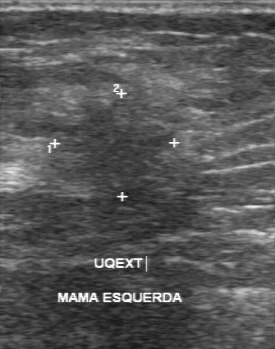
Modality: breast ultrasound image.
A lesion is seen with BI-RADS: 5.